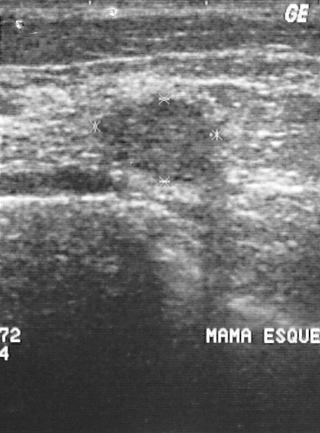
Imaging: breast US.
A breast lesion is present on this breast US. BI-RADS category 3. Biopsy showed fibroadenoma, a benign finding.